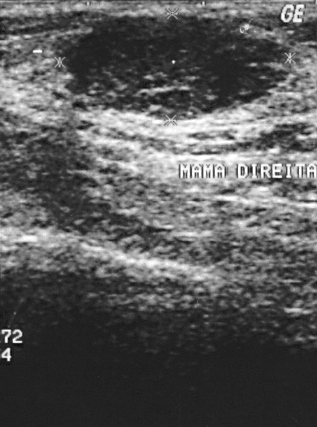
Imaging: breast ultrasound. Acquired on GE Logiq 5 @10-12MHz.
Breast ultrasound findings:
- confirmed outcome (biopsy or follow-up): benign
- BI-RADS category: 2